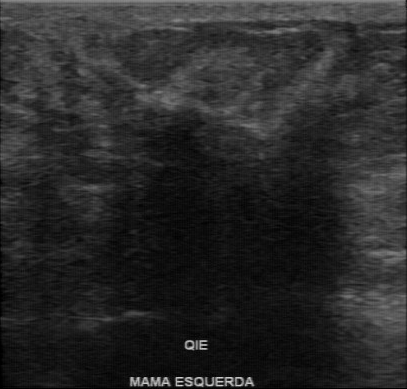
Imaging: breast ultrasound image.
The original reader assigned BI-RADS 4.
Descriptors from an independent second read (not the reader who assigned the category):
The margin is irregular.
Its boundary is unclear.
The lesion is hypoechoic.
No calcifications are seen.
Histopathology: invasive ductal carcinoma (malignant).